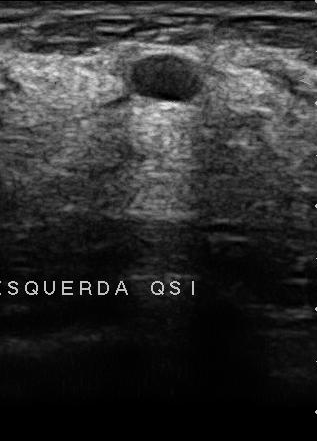
Imaging: breast ultrasound. Scanner: U-Systems @10-14MHz.
- calcifications: none
- margin: regular
- histopathology: fibroadenoma
- echo pattern: hypoechoic
- biopsy or follow-up result: benign
- lesion boundary: clear